Background tissue composition: heterogeneous: predominantly fat. Imaging: breast ultrasound scan.
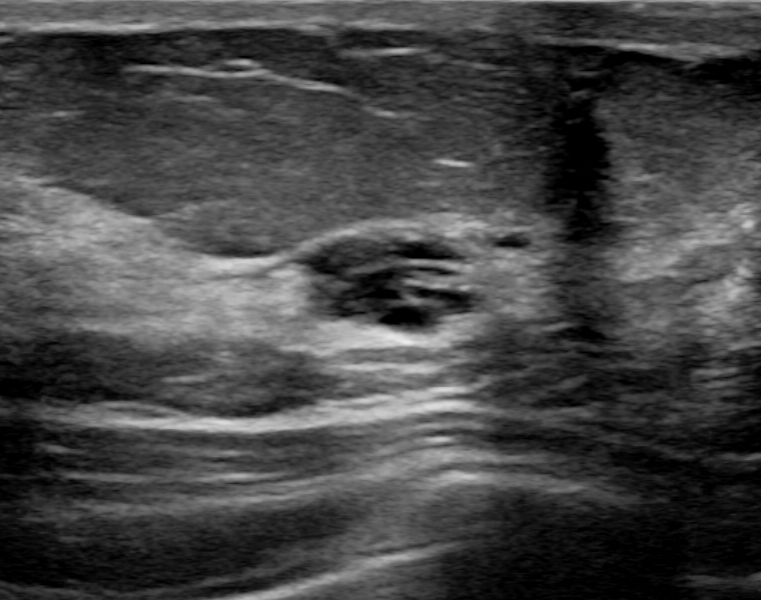
This breast ultrasound scan shows a mass, benign on biopsy or follow-up.